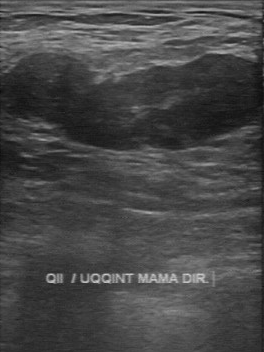
Breast ultrasound image.
Pixel coordinates (x1, y1, x2, y2): The finding is located within the bounding box (6, 54) to (256, 150).